Imaging: breast ultrasound image.
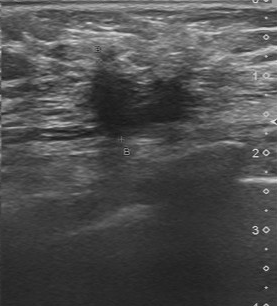
The breast lesion was assessed as BI-RADS 4 by the original reader. A second, independent read describes the breast lesion as follows. The lesion boundary is unclear. Internally the breast lesion is hypoechoic. There are no calcifications. The margin is irregular. Biopsy showed invasive lobular carcinoma, a malignant finding.